Modality: breast ultrasound image. Background echotexture is lactating and homogeneous: fibroglandular. 32-year-old patient.
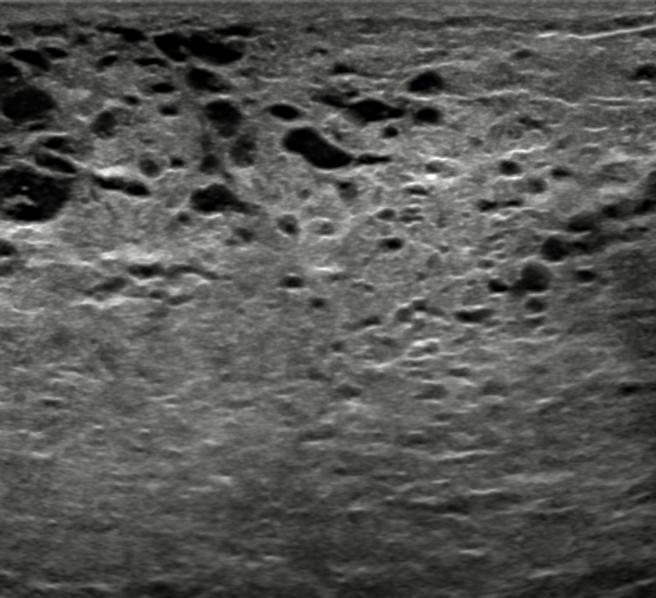
No focal lesion is identified. Classification: normal.